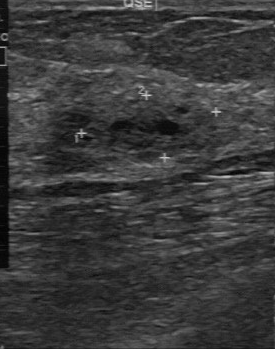
Imaging: breast US.
Biopsy or follow-up result: benign.